Breast ultrasound scan.
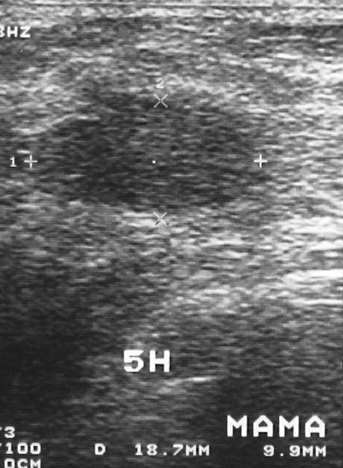
A mass is present on this breast ultrasound scan. Assessment: BI-RADS 3. The biopsy result was fibroadenoma; the mass is benign.